Modality: breast ultrasound image. Acquired on GE Logiq 5 @10-12MHz.
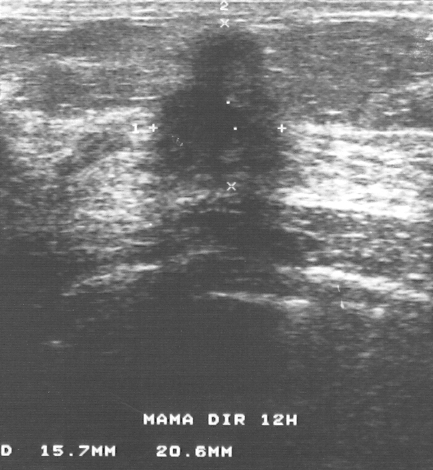
A finding is seen. BI-RADS category 5. The biopsy result was invasive ductal carcinoma; the finding is malignant.